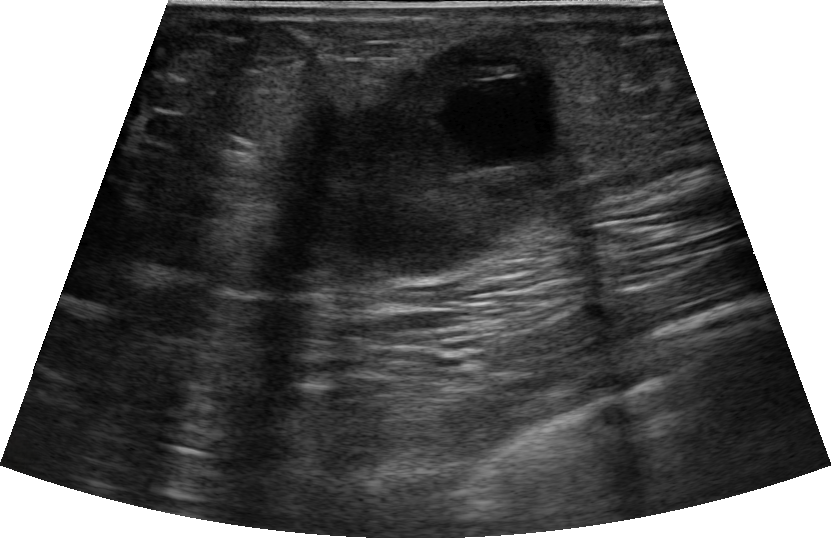
Imaging: breast ultrasound image.
There is an irregular finding that is heterogeneous, with margins that are not circumscribed (indistinct). No posterior acoustic features are seen. Calcifications: none. The finding is categorized as BI-RADS 4C; on biopsy or follow-up it was malignant. Histopathology: Invasive carcinoma of no special type (NST).